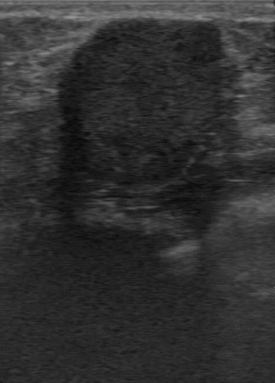
Breast US. Acquired on GE Logiq 7 @10-14MHz.
FINDINGS: Breast US. Calcifications: none. Margin: regular. Echogenicity: hypoechoic. Independent BI-RADS assessment: 3. BI-RADS (first reader): 2.